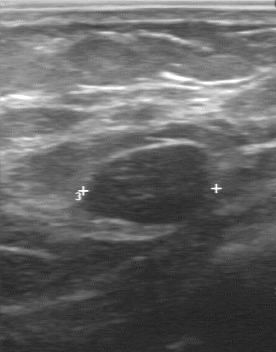
Imaging: breast US.
(coordinates in a 276x352 pixel frame) The lesion occupies approximately top-left (79, 145), bottom-right (213, 227). BI-RADS 3.